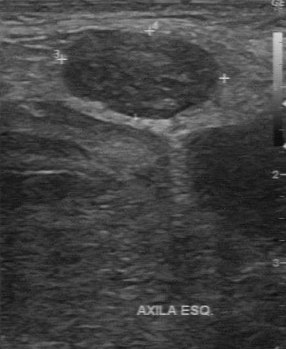
Imaging: breast ultrasound image.
The finding was categorized BI-RADS 4 in the original read.
A second, independent read describes the finding as follows.
The finding has a regular margin.
The lesion boundary is clear.
Echo pattern: heterogeneous.
There are no calcifications.
Biopsy showed lymphoma, a malignant finding.